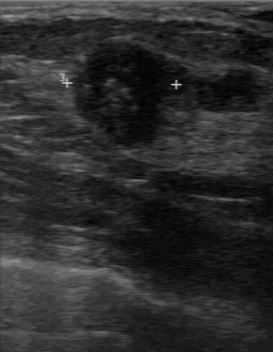
Imaging: breast ultrasound image.
FINDINGS: Breast ultrasound image. Internal echoes: hypoechoic. Calcifications: multiple calcifications. Margin: partially regular. Boundary: somewhat unclear.